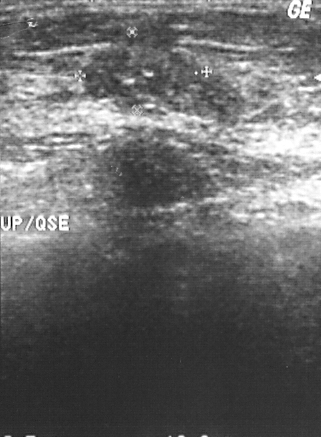
Imaging: breast sonogram.
BI-RADS category is 2. Pathology is mucinous carcinoma.